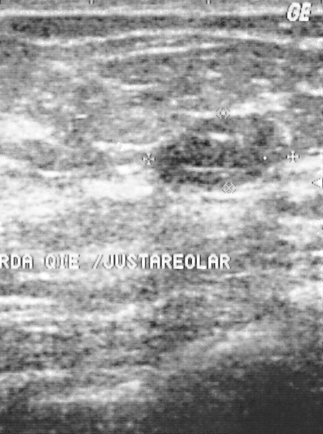
Imaging: B-mode breast ultrasound. Scanner: GE Logiq 5 @10-12MHz.
A lesion is seen with confirmed outcome (biopsy or follow-up): benign, BI-RADS: 2.